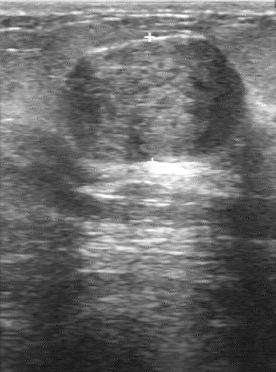
Breast sonogram.
A finding is seen with BI-RADS: 4, biopsy or follow-up result: benign.